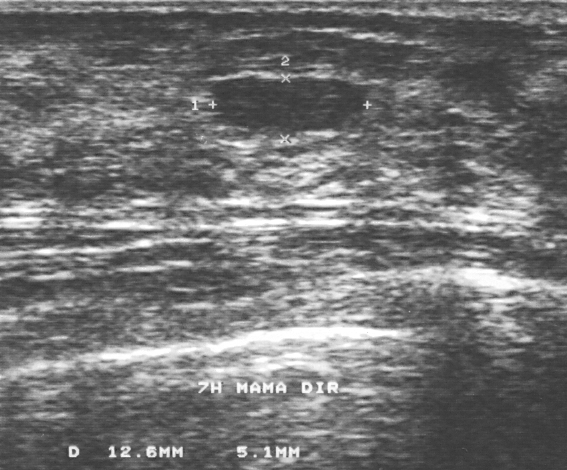
Imaging: breast sonogram. Scanner: GE Logiq 5 @10-12MHz.
Lesion characteristics:
- biopsy or follow-up result: benign
- BI-RADS assessment: 3